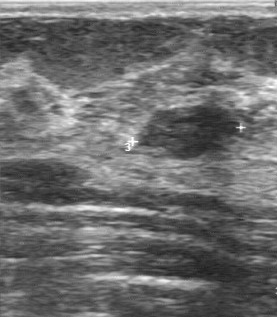
Imaging: breast ultrasound image. Acquired on GE Logiq 7 @10-14MHz.
A finding is seen with original BI-RADS: 2, second-reader BI-RADS: 3.